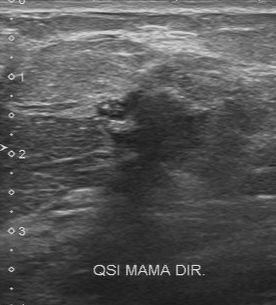
Acquired on Toshiba Aplio 300 @12-14 MHz. Breast ultrasound scan.
BI-RADS 5 in the original read. A second, independent read describes the lesion as follows. Margin: irregular. Its boundary is unclear. The lesion is hypoechoic. Calcification is suspected. Biopsy showed invasive ductal carcinoma, a malignant finding.